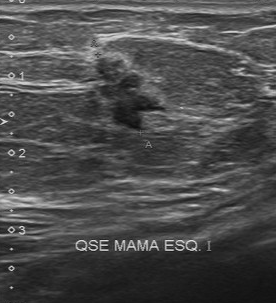
Imaging: breast ultrasound image.
The finding was assessed as BI-RADS 4 by the original reader. On a second read by an independent reader: Margin: irregular. The lesion boundary is unclear. The finding is hypoechoic. Calcifications: suspected. Histopathology: invasive ductal carcinoma (malignant).